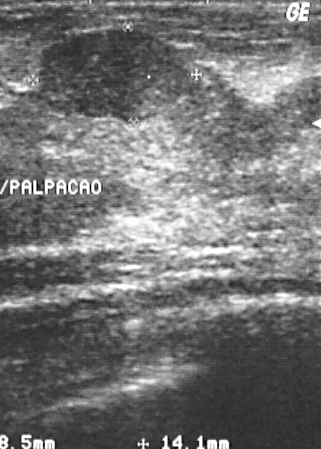
Breast ultrasound scan. Acquired on GE Logiq 5 @10-12MHz.
The breast lesion is benign on biopsy or follow-up.